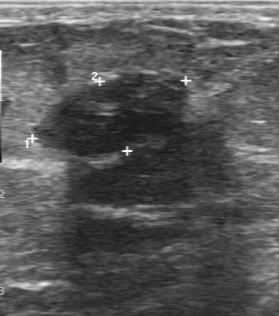
B-mode breast ultrasound.
The breast lesion demonstrates BI-RADS: 2, biopsy or follow-up result: benign.